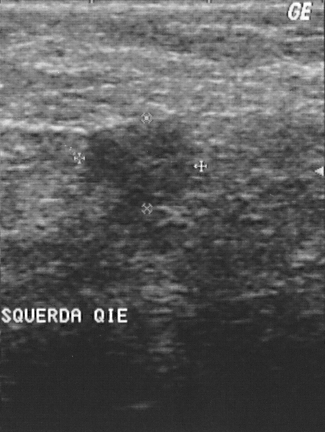
Breast ultrasound scan.
- outcome on biopsy or follow-up: malignant
- BI-RADS: 4
- biopsy result: invasive ductal carcinoma